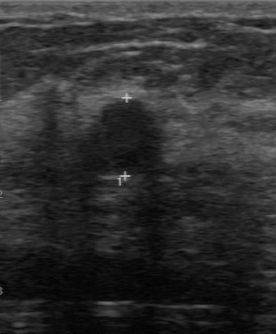
Acquired on GE Logiq 7 @10-14MHz. Modality: breast ultrasound.
Original-read BI-RADS category: 4. The following findings are from a second reader, independent of the original assessment. The margin is partially regular. Its boundary is somewhat unclear. Internally the mass is hypoechoic. No calcifications are seen. Biopsy showed sclerosing adenosis, a benign finding.